Breast sonogram.
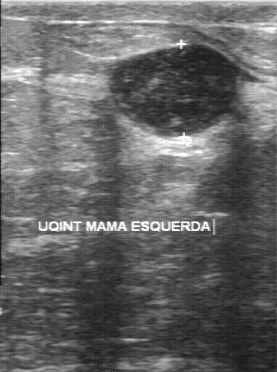
FINDINGS: Breast sonogram. BI-RADS assessment: 4. Biopsy result: mastitis. Confirmed outcome (biopsy or follow-up): benign.
OUTCOME ON BIOPSY OR FOLLOW-UP: benign.